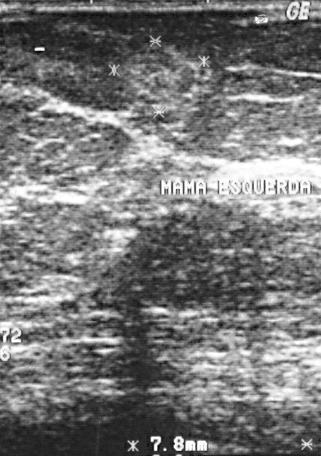
Imaging: breast ultrasound scan.
Outcome on biopsy or follow-up: benign. BI-RADS category 2. The biopsy result was lipoma; the lesion is benign.